Modality: breast US.
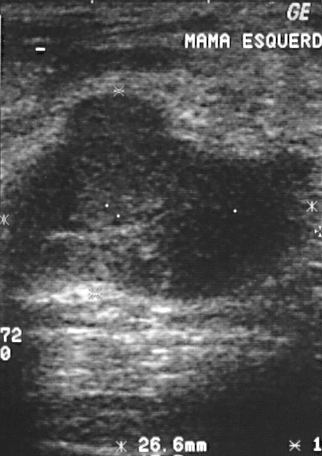
Biopsy or follow-up result: benign.